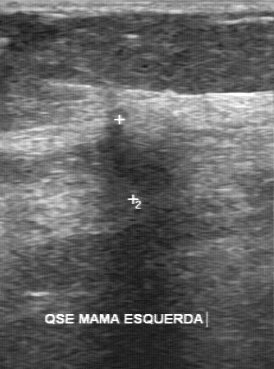
Modality: breast ultrasound image. Scanner: GE Logiq 7 @10-14MHz.
The mass was assessed as BI-RADS 5 by the original reader. On a second read by an independent reader: Margin: irregular. Boundary: unclear. The mass is hypoechoic. No calcifications are seen. The biopsy result was invasive lobular carcinoma; the mass is malignant.